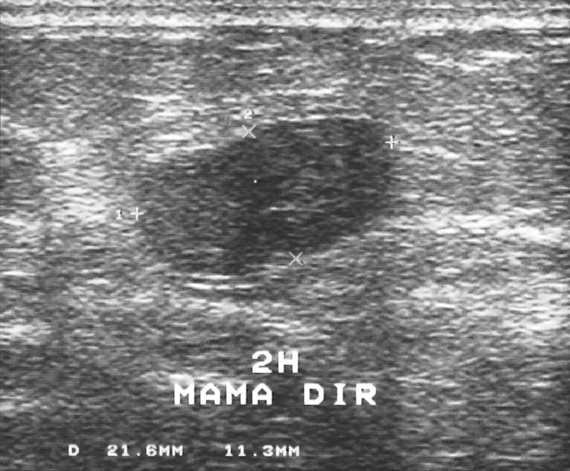
Imaging: breast ultrasound scan.
A breast lesion is seen. Assessment: BI-RADS 3. Pathology confirmed benign fibroadenoma.